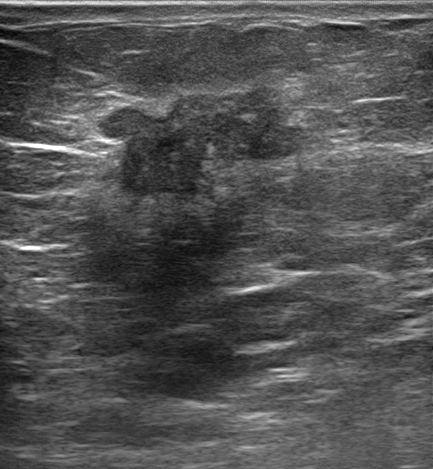
Age 69. Breast ultrasound.
It has an irregular shape. The breast lesion has spiculated, angular and indistinct margins. Its echo pattern is hypoechoic. There is a combined posterior acoustic pattern. An echogenic halo is present. There are no calcifications. There is no skin thickening. BI-RADS assessment: 5. Biopsy confirmed invasive carcinoma of no special type (NST) and ductal carcinoma in situ (DCIS). Radiologist's impression: Suspicion of malignancy; Fibroadenoma; Intraductal papilloma.